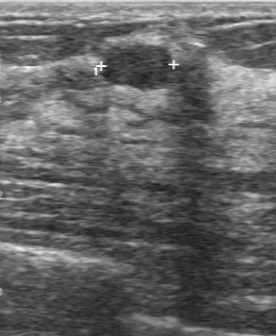
Scanner: GE Logiq 7 @10-14MHz. Imaging: B-mode breast ultrasound.
Lesion characteristics:
- calcifications: absent
- lesion boundary: clear
- echogenicity: hypoechoic
- pathology: fibroadenoma
- margin: regular